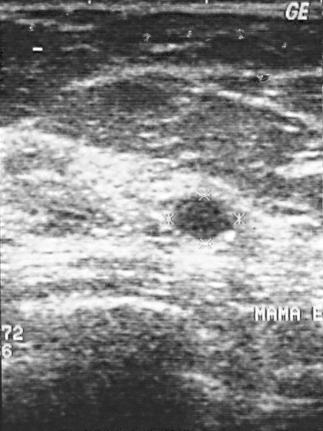
Breast sonogram.
Breast lesion: benign on biopsy or follow-up.